Imaging: breast ultrasound image.
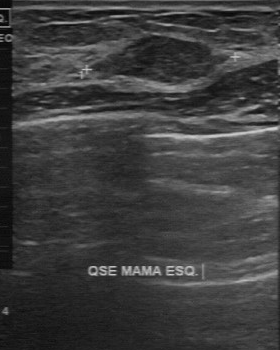
The lesion is benign on biopsy or follow-up. BI-RADS 3.